Background tissue composition: heterogeneous: predominantly fibroglandular. Modality: breast ultrasound scan. Patient age: 21.
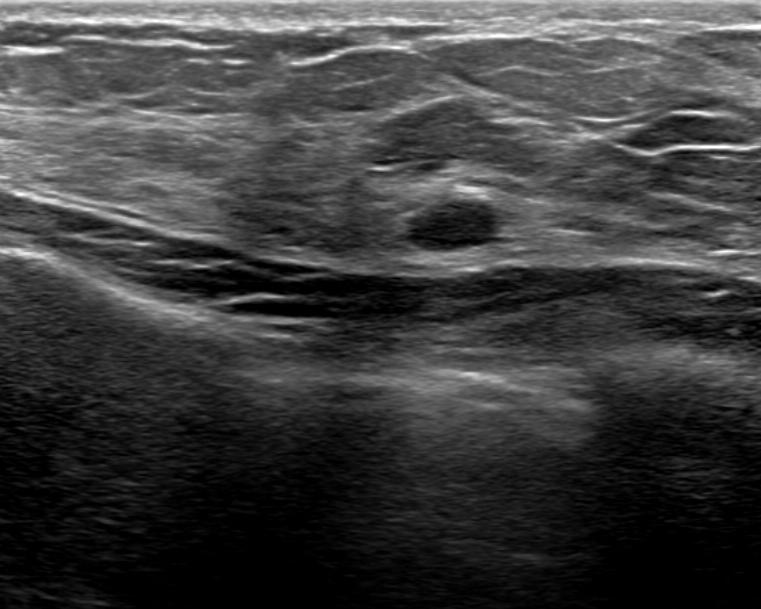
Breast ultrasound scan findings:
- echo pattern: hypoechoic
- calcifications: none
- BI-RADS category: 2
- margin: circumscribed
- verification: confirmed by follow-up care
- skin thickening: absent
- posterior features: enhancement
- shape: oval